Modality: breast US.
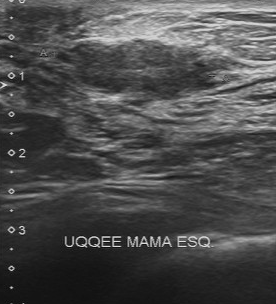
The breast lesion was assessed as BI-RADS 4 by the original reader. Findings on the second read (an independent reader): a slightly hypoechoic breast lesion, margin partially regular, boundary fairly clear. Calcifications: none. Biopsy showed invasive ductal carcinoma, a malignant finding.